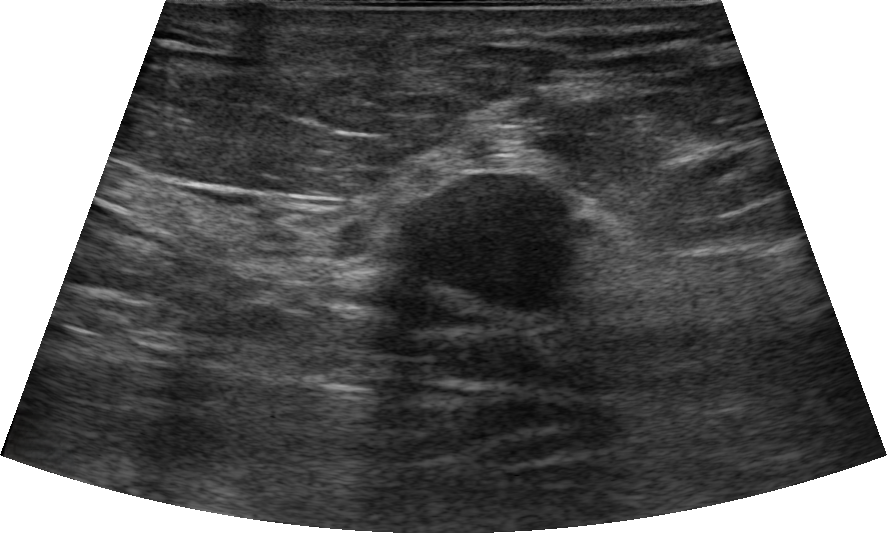
Modality: breast sonogram. Background tissue composition: heterogeneous: predominantly fibroglandular.
The finding is oval in shape. The finding has indistinct margins. Its echo pattern is hypoechoic. Posterior features: shadowing. Echogenic halo: absent. Calcifications: none. There is no skin thickening. The finding is assessed as BI-RADS 4B. Differential on reading: Suspicion of malignancy; Cyst filled with thick fluid; Dysplasia; Fibroadenoma.